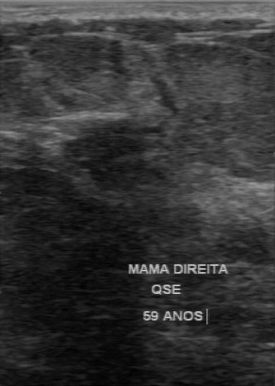
Modality: breast sonogram.
- BI-RADS category: 4